Breast US. Background tissue composition: heterogeneous: predominantly fat.
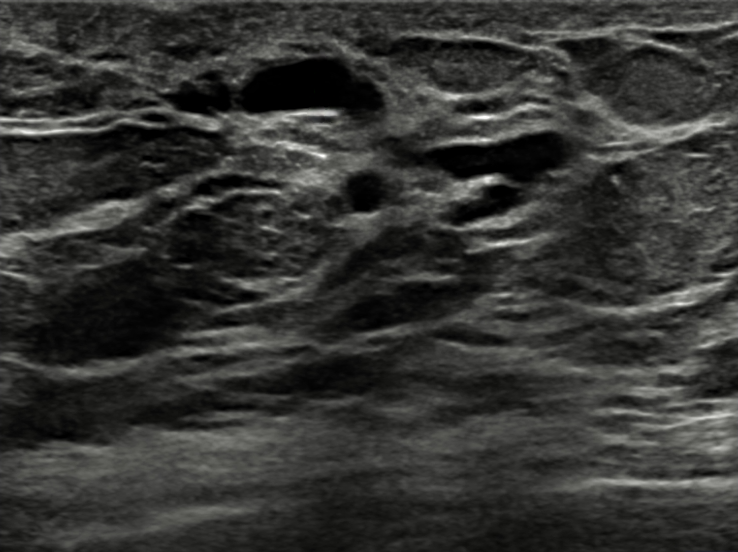
The finding is oval and anechoic; its margin is circumscribed. There are no posterior features. Calcifications: none. BI-RADS 2; benign on biopsy or follow-up. Radiologist's impression: Mammary duct ectasia. Verification: follow-up care.